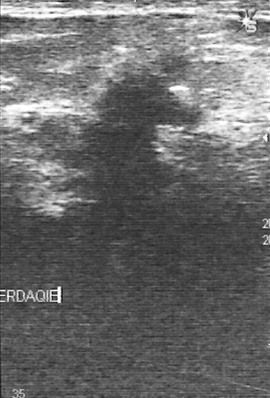
B-mode breast ultrasound. Acquired on GE Logiq 5 @10-12MHz.
The biopsy or follow-up result is malignant. The biopsy result is invasive ductal carcinoma. BI-RADS assessment is 4.